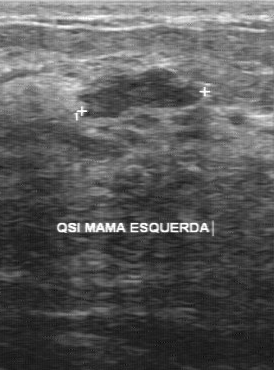
Imaging: breast US.
- calcifications: none
- echogenicity: slightly hypoechoic
- contour: partially regular
- boundary: fairly clear